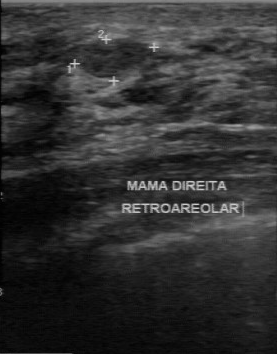
Scanner: GE Logiq 7 @10-14MHz. Modality: breast ultrasound image.
FINDINGS: Breast ultrasound image. Biopsy or follow-up result: benign. Original BI-RADS: 2. Independent BI-RADS assessment: 3.
OUTCOME ON BIOPSY OR FOLLOW-UP: benign.